Modality: breast ultrasound.
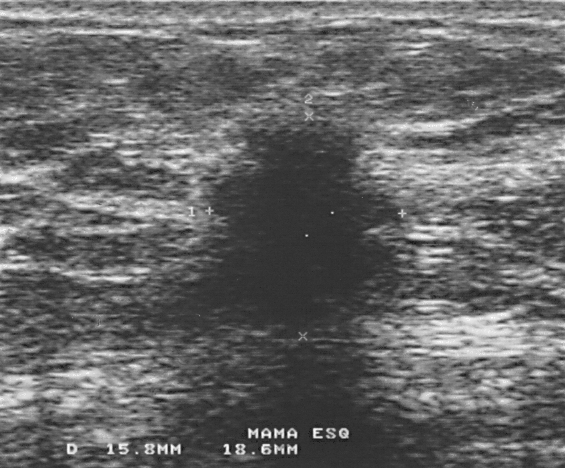
The mass is malignant on biopsy or follow-up.